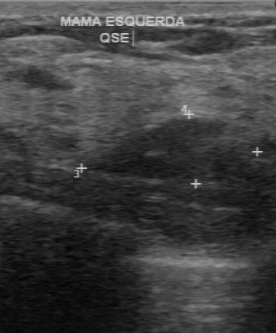
Imaging: breast ultrasound image.
The finding is benign on biopsy or follow-up. (BI-RADS category 3.)